Acquired on GE Logiq 7 @10-14MHz. Imaging: B-mode breast ultrasound.
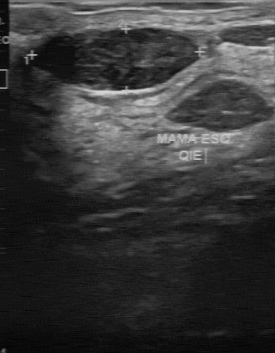
Biopsy or follow-up result: benign. BI-RADS 2.